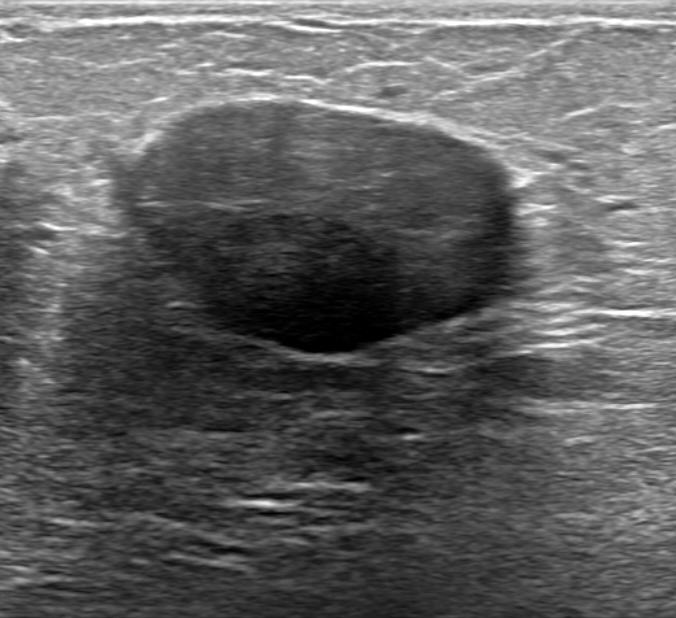
Modality: breast ultrasound scan.
A mass is seen with calcifications: none, BI-RADS: 3, hypoechoic echo pattern, posterior acoustic features: shadowing, echogenic halo: absent, skin thickening: none, not circumscribed - indistinct margin, radiologic interpretation: Fibroadenoma; Lactating adenoma, oval lesion shape.